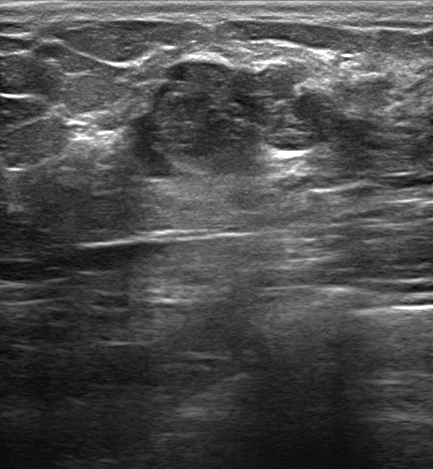
Patient age: 21. Breast ultrasound.
The lesion occupies approximately 127 59 380 181. BI-RADS 4A.